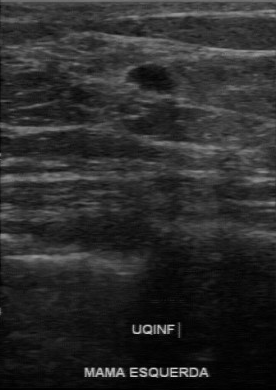
Breast sonogram. Scanner: GE Logiq 7 @10-14MHz.
The mass is benign on biopsy or follow-up.